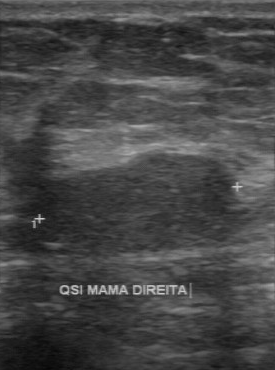
Breast ultrasound. Acquired on GE Logiq 7 @10-14MHz.
Confirmed outcome (biopsy or follow-up) is benign. Internal echoes: hypoechoic. Boundary: clear. Lesion margin is regular. There are no calcifications.